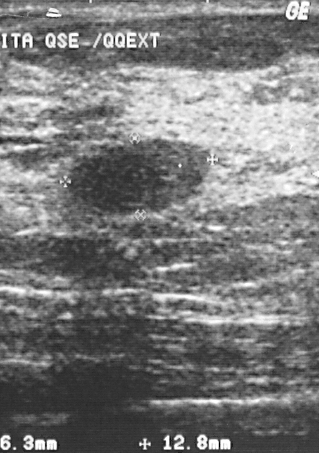
Modality: breast ultrasound scan.
A finding is seen. It was assessed as BI-RADS 2. Histopathology: fibroadenoma (benign).